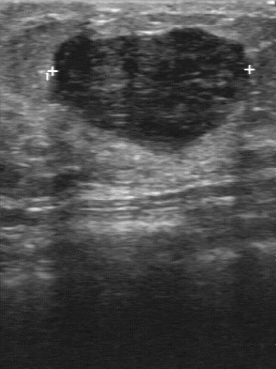
Breast ultrasound scan. Scanner: GE Logiq 7 @10-14MHz.
BI-RADS 3 in the original read; on a second read the margin is partially regular, the boundary clear and the mass slightly hypoechoic. There are no calcifications. Histopathology: phyllodes tumor (benign).